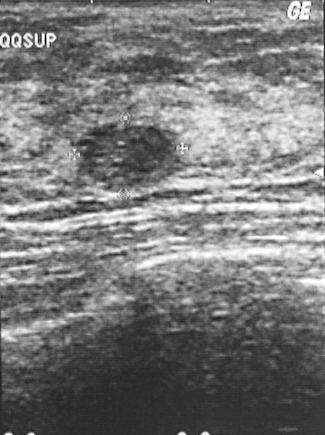
Imaging: breast ultrasound scan.
Biopsy or follow-up result: benign. The BI-RADS is 2.